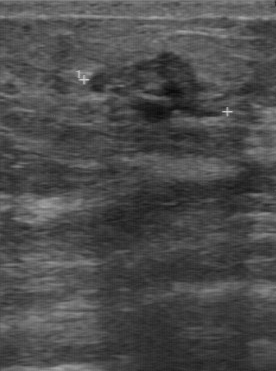
Modality: breast US.
BI-RADS 5 in the original read. Findings on the second read (an independent reader): a hypoechoic breast lesion, margin partially regular, boundary somewhat unclear. No calcifications are seen. Pathology confirmed malignant invasive ductal carcinoma.